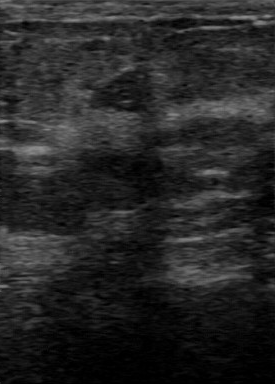
Breast ultrasound image.
This breast ultrasound image shows a finding with BI-RADS category: 3.